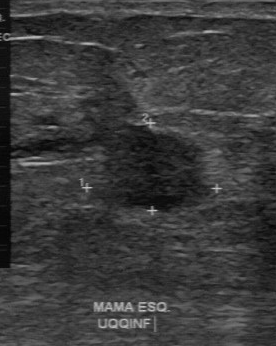
Modality: breast sonogram. Scanner: GE Logiq 7 @10-14MHz.
Original-read BI-RADS category: 4. Descriptors from an independent second read (not the reader who assigned the category): Margin: regular. Boundary: fairly clear. Echo pattern: slightly hypoechoic. There are no calcifications. The biopsy result was invasive ductal carcinoma; the breast lesion is malignant.